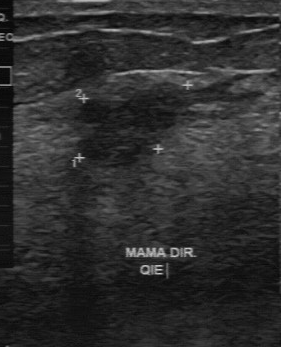
Imaging: breast US.
This breast US shows a breast lesion, benign on biopsy or follow-up. (BI-RADS category 4.)